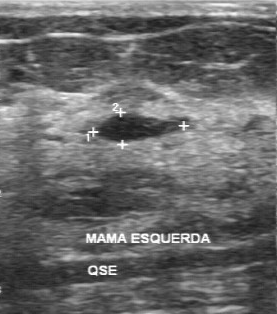
Breast US.
The lesion demonstrates BI-RADS: 2.